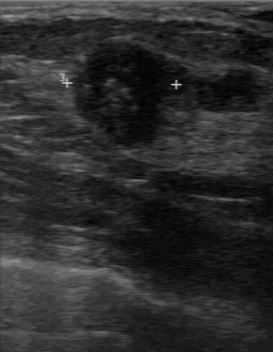
Breast ultrasound scan.
BI-RADS 4 in the original read.
The following findings are from a second reader, independent of the original assessment.
The breast lesion has a partially regular margin.
The lesion boundary is somewhat unclear.
Internally the breast lesion is hypoechoic.
Calcifications: multiple calcifications.
Biopsy showed invasive ductal carcinoma, a malignant finding.